Breast ultrasound.
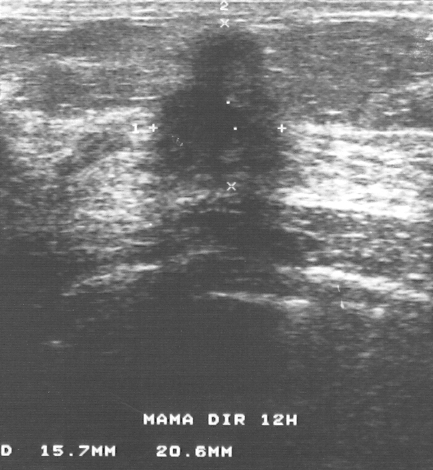
Biopsy or follow-up result: malignant. BI-RADS 5.